Modality: breast ultrasound. Acquired on Toshiba Aplio 300 @12-14 MHz.
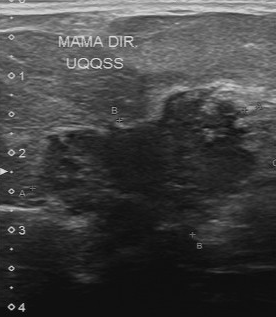
Outcome on biopsy or follow-up: malignant. Second-reader BI-RADS: 4B. The lesion margin is irregular. The boundary is unclear. Echogenicity: hypoechoic. The calcifications are multiple calcifications.